Imaging: breast sonogram.
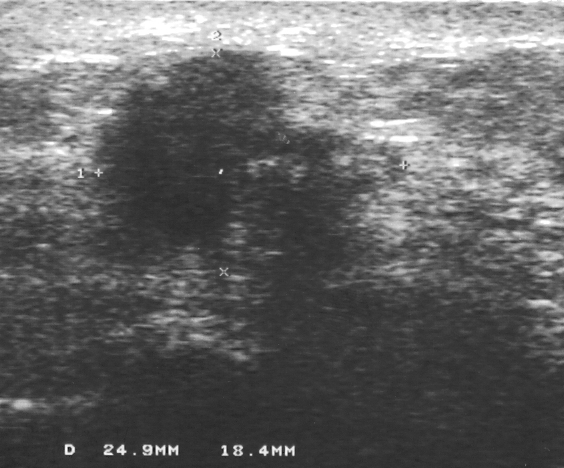
Lesion characteristics:
- BI-RADS assessment: 4